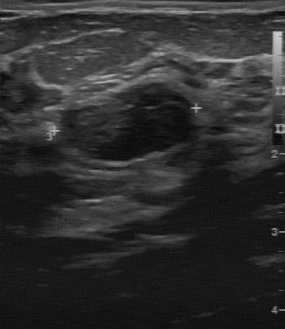
Breast US. Scanner: GE Logiq 7 @10-14MHz.
BI-RADS 3 in the original read. The following findings are from a second reader, independent of the original assessment. There are no calcifications. Margin: regular. The finding is hypoechoic. The lesion boundary is clear. Biopsy showed fibroadenoma, a benign finding.